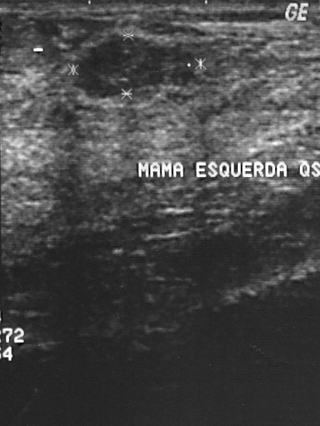
Imaging: breast ultrasound image.
This breast ultrasound image shows a lesion, benign on biopsy or follow-up. (BI-RADS category 2.)